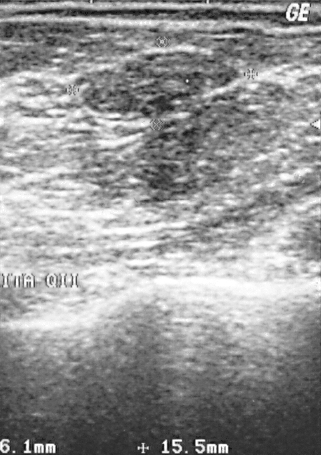
Modality: breast ultrasound.
A mass is present on this breast ultrasound. It was assessed as BI-RADS 2. Biopsy showed fibroadenoma, a benign finding.